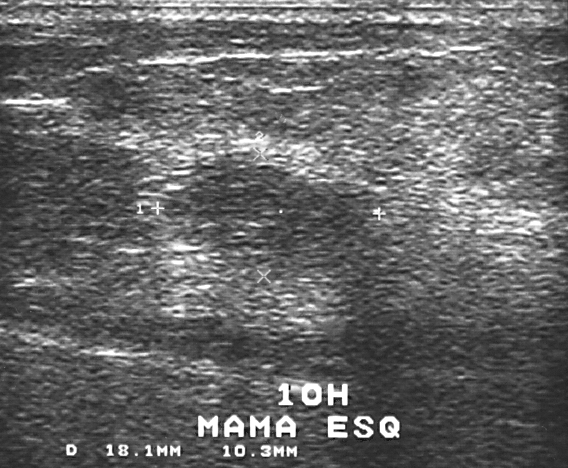
Imaging: breast ultrasound scan.
Outcome on biopsy or follow-up: malignant.
Assigned BI-RADS 4.
The biopsy result was invasive ductal carcinoma.